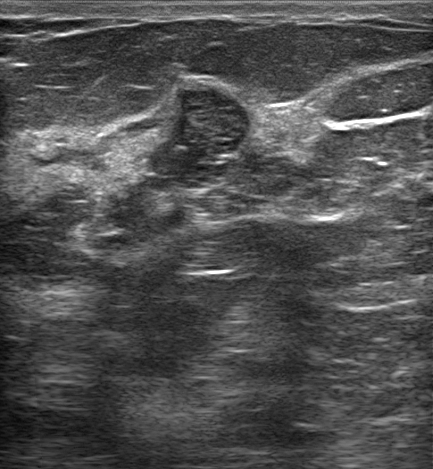
Age 43. Breast US.
There is an irregular lesion that is hypoechoic, with non-circumscribed (indistinct) margins. There is posterior enhancement. The lesion is categorized as BI-RADS 4B; on biopsy or follow-up it was benign.